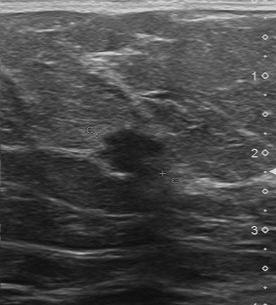
Breast US.
The breast lesion was assessed as BI-RADS 5 by the original reader.
Descriptors from an independent second read (not the reader who assigned the category):
Its boundary is somewhat unclear.
Margin: partially regular.
The breast lesion is hypoechoic.
There are no calcifications.
Biopsy showed invasive ductal carcinoma, a malignant finding.